Modality: breast sonogram.
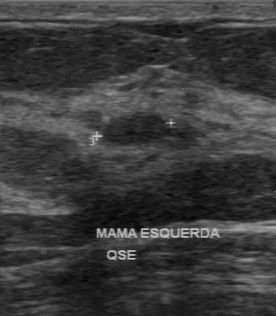
FINDINGS: Pathology: fibroadenoma. Margin: regular. Calcifications: absent. Echogenicity: hypoechoic. Boundary: clear.